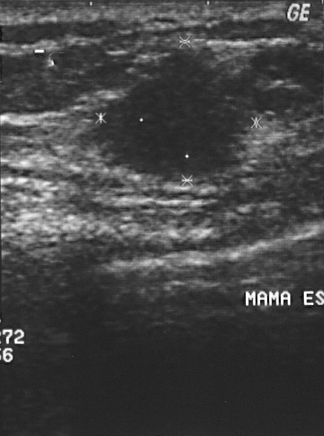
Breast ultrasound scan.
This breast ultrasound scan shows a lesion, malignant on biopsy or follow-up.